Breast sonogram.
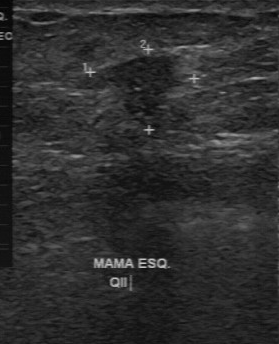
FINDINGS: Breast sonogram. Outcome on biopsy or follow-up: malignant. BI-RADS assessment: 4.
OUTCOME ON BIOPSY OR FOLLOW-UP: malignant.